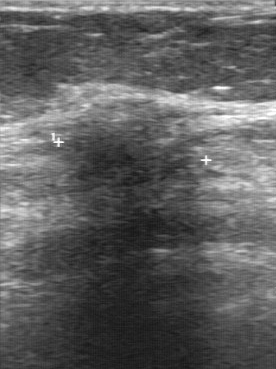
B-mode breast ultrasound.
BI-RADS (second read): 4B. The BI-RADS (first reader) is 5.